Breast ultrasound image.
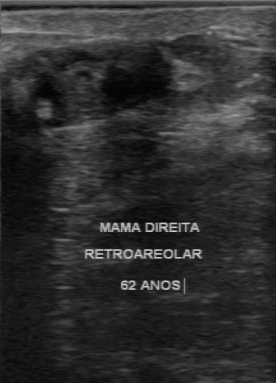
This breast ultrasound image shows a mass, malignant on biopsy or follow-up. (BI-RADS category 4.)